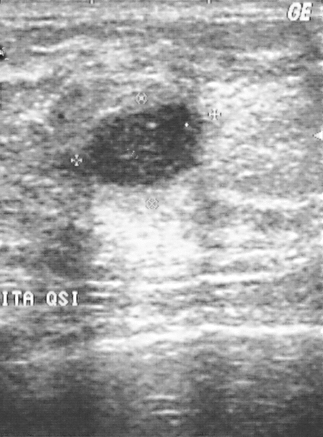
Imaging: B-mode breast ultrasound.
This B-mode breast ultrasound shows a finding. BI-RADS category 2. Pathology confirmed benign cyst.